Imaging: breast ultrasound.
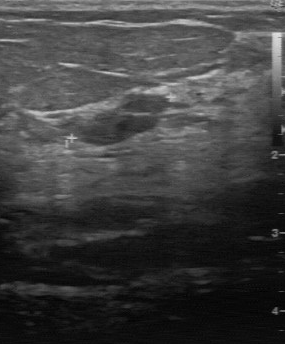
Lesion region of interest: (72, 92) to (172, 147).